Modality: breast ultrasound scan.
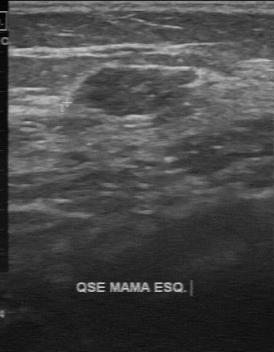
Segment the lesion: bounding box [70, 68, 197, 117]. The lesion is benign on biopsy or follow-up.